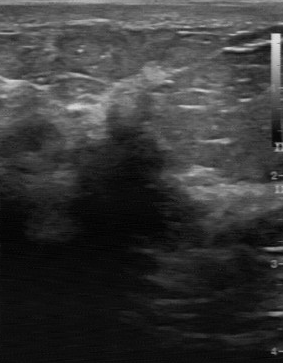
Breast ultrasound image.
The mass was assessed as BI-RADS 5 by the original reader. A second reader, independent of the original assessment, describes a hypoechoic mass with an irregular margin; the boundary is unclear. Biopsy showed invasive lobular carcinoma, a malignant finding.